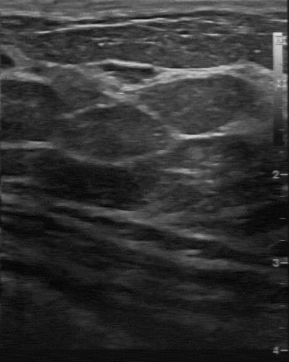
Imaging: breast ultrasound. Scanner: GE Logiq 7 @10-14MHz.
The original reader assigned BI-RADS 4. A second, independent read describes the breast lesion as follows. The breast lesion has a regular margin. Its boundary is clear. No calcifications are seen. Internally the breast lesion is hypoechoic. Histopathology: sclerosing adenosis (benign).